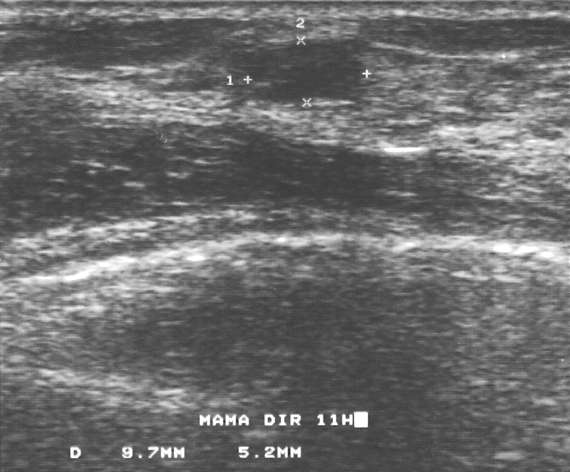
Breast sonogram.
A breast lesion is seen. Assessment: BI-RADS 3. Pathology confirmed benign fibroadenoma.